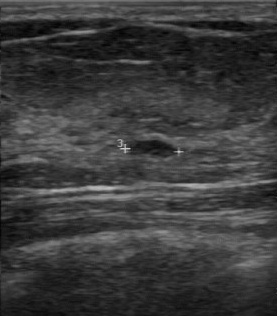
Imaging: breast ultrasound. Acquired on GE Logiq 7 @10-14MHz.
Biopsy or follow-up result: benign. BI-RADS 2.